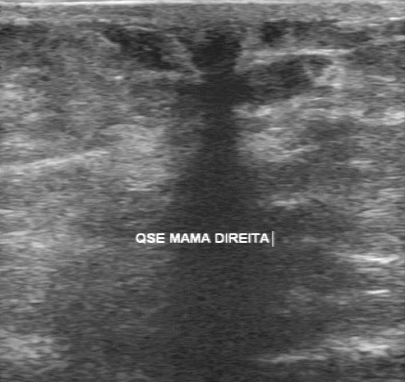
Scanner: GE Logiq 7 @10-14MHz. Breast ultrasound.
The breast lesion was categorized BI-RADS 5 in the original read. On a second read by an independent reader: Calcifications: none. Margin: irregular. The lesion boundary is unclear. The breast lesion is hypoechoic. Biopsy showed invasive lobular carcinoma, a malignant finding.